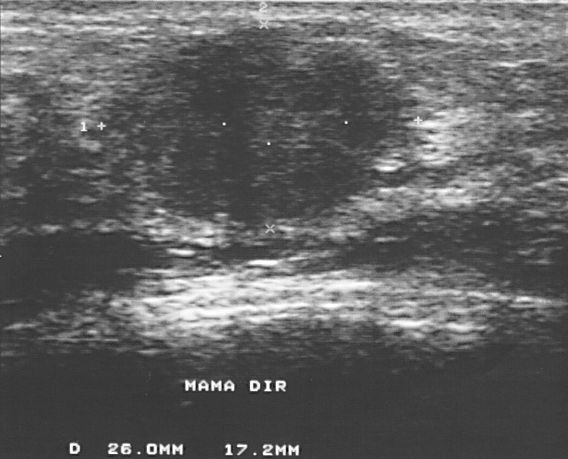
Imaging: breast ultrasound scan.
Finding: breast lesion, malignant on biopsy or follow-up. BI-RADS 4.